Modality: breast ultrasound image.
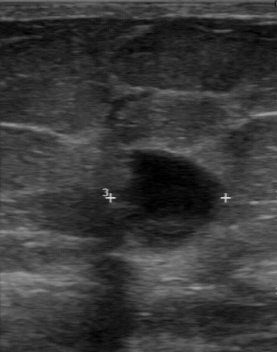
FINDINGS: Breast ultrasound image. Independent BI-RADS assessment: 4B.
OUTCOME ON BIOPSY OR FOLLOW-UP: malignant.